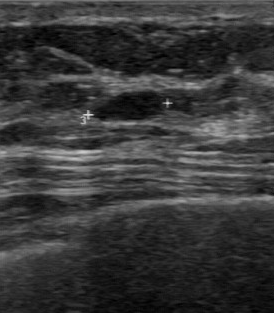
Acquired on GE Logiq 7 @10-14MHz. Modality: breast ultrasound image.
Biopsy or follow-up result: benign. BI-RADS 2.